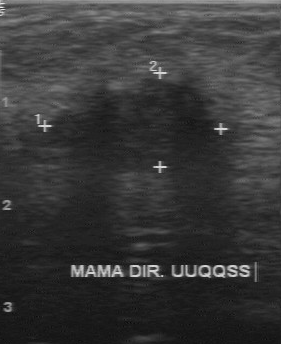
Breast ultrasound scan.
Original-read BI-RADS category: 4. On a second, independent read, a lesion with a regular margin and a fairly clear boundary is seen; it is hypoechoic. The biopsy result was invasive ductal carcinoma; the lesion is malignant.